B-mode breast ultrasound.
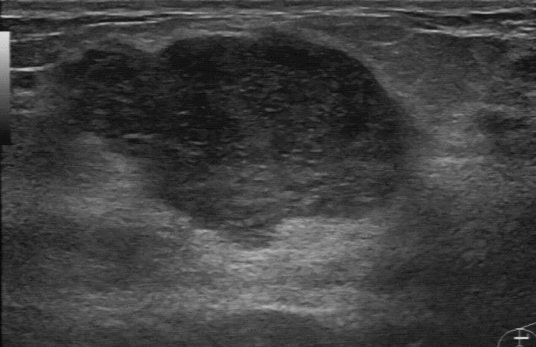
The finding was assessed as BI-RADS 4 by the original reader. On a second, independent read, a finding with a partially regular margin and a fairly clear boundary is seen; it is slightly hypoechoic. Calcifications: suspected. Histopathology: phyllodes tumor (benign).